Imaging: breast ultrasound image.
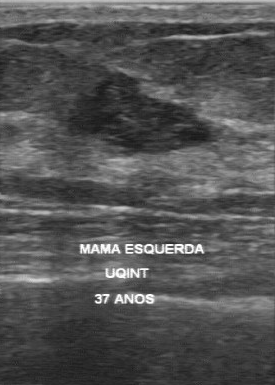
The mass was categorized BI-RADS 4 in the original read. A second, independent read describes the mass as follows. The mass has a partially regular margin. Its boundary is somewhat unclear. Echo pattern: hypoechoic. There are no calcifications. Histopathology: fibroadenoma (benign).